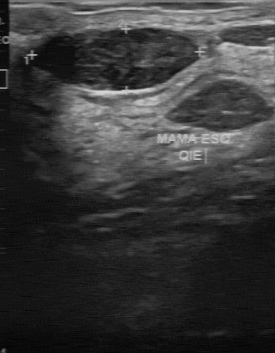
Imaging: breast sonogram.
The breast lesion occupies approximately top-left (39, 29), bottom-right (199, 90). The breast lesion is benign on biopsy or follow-up.